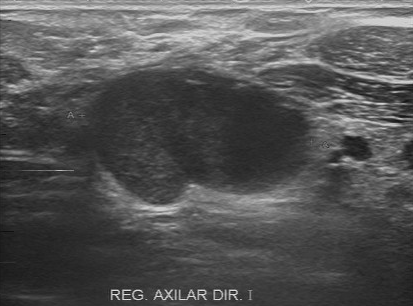
Breast US.
(coordinates in a 413x306 pixel frame) Finding bounding box: top-left (82, 69), bottom-right (311, 205). The finding is malignant on biopsy or follow-up.